Scanner: GE Logiq 7 @10-14MHz. Modality: breast ultrasound.
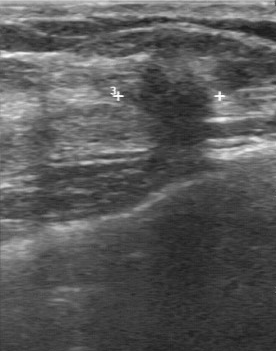
BI-RADS 5 in the original read. Findings on the second read (an independent reader): a hypoechoic mass, margin irregular, boundary unclear. Pathology confirmed malignant invasive ductal carcinoma.